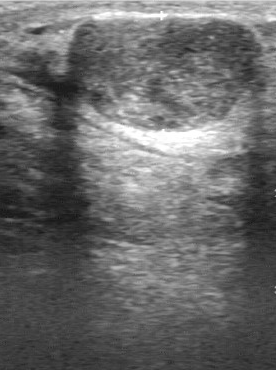
Imaging: breast US.
Finding: lesion, benign on biopsy or follow-up.